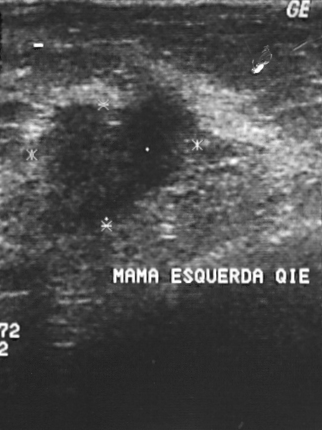
Modality: B-mode breast ultrasound.
The lesion demonstrates BI-RADS assessment: 4.